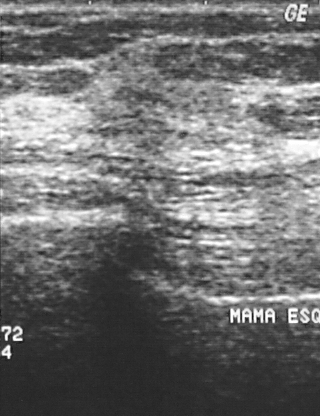
Imaging: breast sonogram.
BI-RADS: 4.